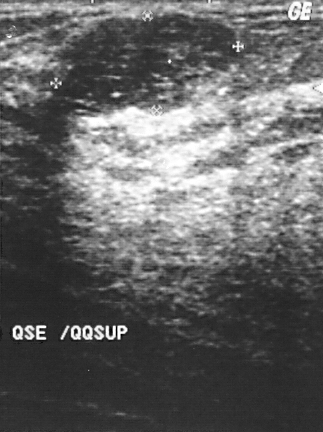
Modality: breast ultrasound.
Lesion region of interest: (68,15)-(235,112). The breast lesion is benign on biopsy or follow-up.